Imaging: breast ultrasound scan.
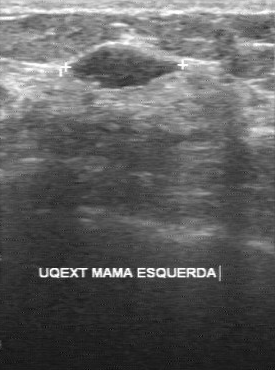
Outcome on biopsy or follow-up: benign. BI-RADS 3.